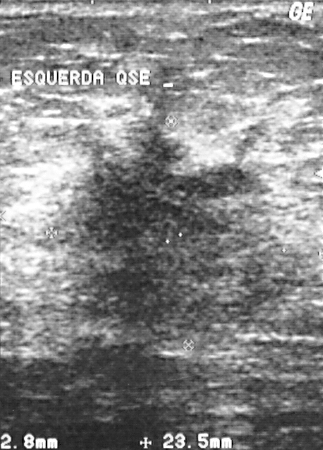
Imaging: breast ultrasound.
A breast lesion is seen. BI-RADS category 5. Histopathology: invasive ductal carcinoma (malignant).